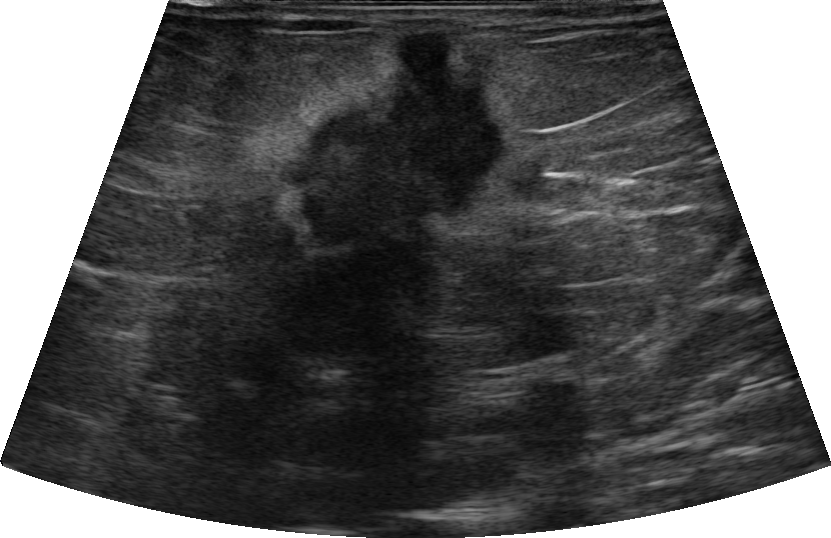
Modality: breast ultrasound. Background tissue composition: heterogeneous: predominantly fat.
The BI-RADS category is 5. The biopsy result is Invasive carcinoma of no special type (NST). There is no skin thickening. Outcome on biopsy or follow-up is malignant. Lesion shape is irregular. There are no calcifications. Echo pattern: hypoechoic. Echogenic halo is present. Posterior acoustic features are shadowing. Lesion margin: not circumscribed - spiculated and angular and indistinct.